Breast US.
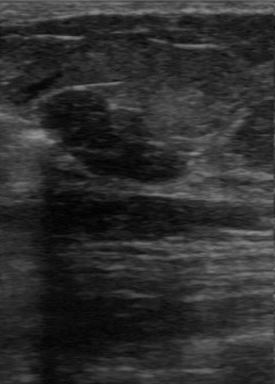
The mass was assessed as BI-RADS 3 by the original reader. On a second read by an independent reader: The margin is partially regular. Boundary: fairly clear. Echo pattern: hypoechoic. Calcifications: none. Histopathology: fibroadenoma (benign).